Modality: breast ultrasound scan.
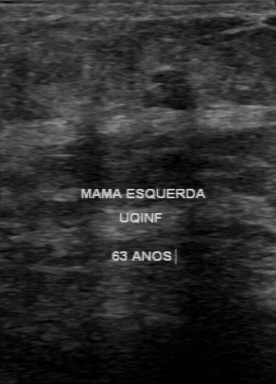
Coordinates are pixels in the 276x384 image. The lesion is located within the bounding box 142 70 196 110.